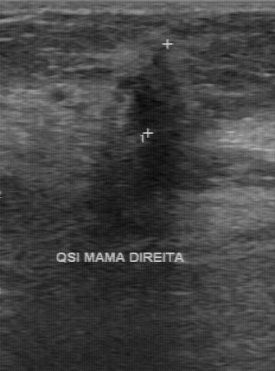
Modality: breast ultrasound scan. Scanner: GE Logiq 7 @10-14MHz.
The lesion was categorized BI-RADS 4 in the original read. Descriptors from an independent second read (not the reader who assigned the category): The margin is irregular. Its boundary is unclear. Echo pattern: hypoechoic. No calcifications are seen. Biopsy showed invasive ductal carcinoma, a malignant finding.